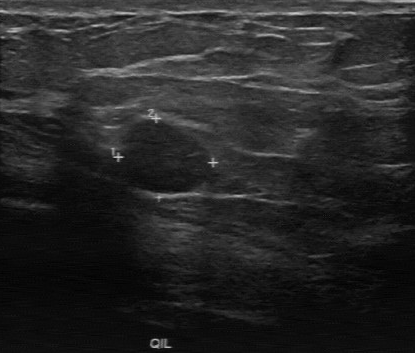
Imaging: breast ultrasound image. Acquired on GE Logiq 7 @10-14MHz.
No calcifications are seen. Margin is regular. The boundary is clear. Pathology is fibroadenoma. The independent BI-RADS assessment is 3. Original BI-RADS: 3. The outcome on biopsy or follow-up is benign.